Patient age: 48. Imaging: breast US. Background tissue composition: heterogeneous: predominantly fibroglandular.
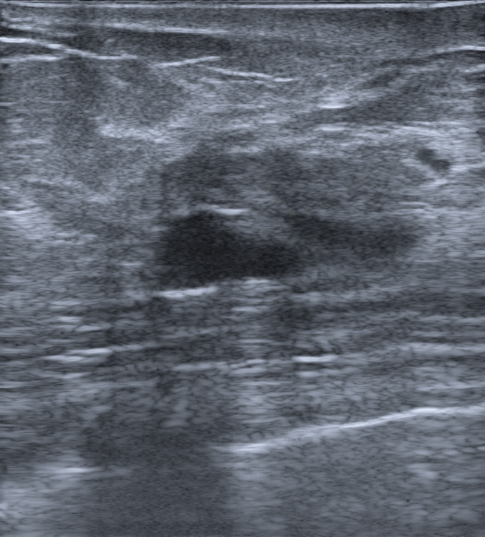
Shape: oval.
No posterior acoustic features are seen.
The mass has a complex cystic and solid echo pattern.
Calcifications: none.
No echogenic halo is seen.
The mass has a circumscribed margin.
There is no skin thickening.
BI-RADS assessment: 4A.
This mass proved benign on biopsy or follow-up.
Histopathology: Usual ductal hyperplasia (UDH); Fibrocystic change.
Radiologic interpretation: Dysplasia; Fibroadenoma; Hamartoma.